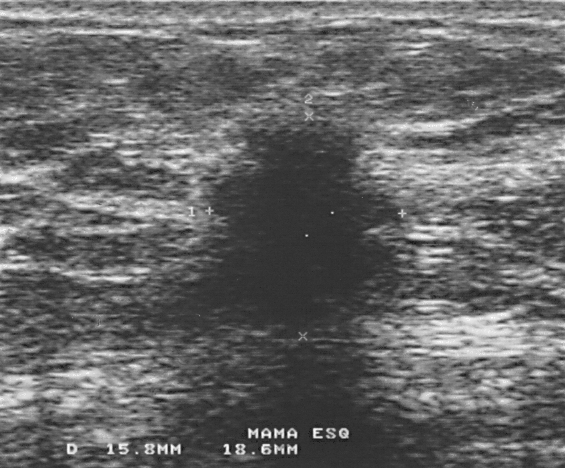
Scanner: GE Logiq 5 @10-12MHz. Imaging: breast US.
A breast lesion is present on this breast US. Assessment: BI-RADS 4. Biopsy showed invasive ductal carcinoma, a malignant finding.